Breast ultrasound.
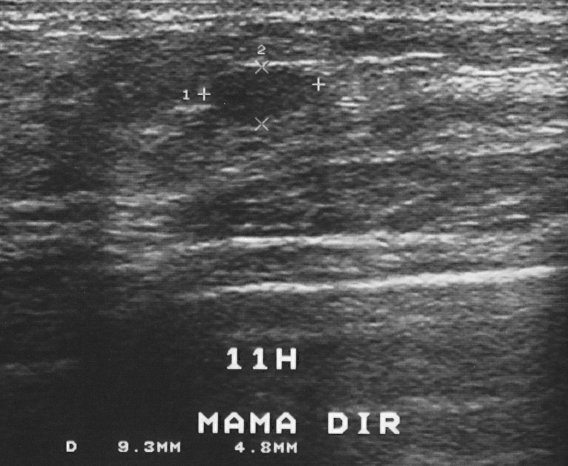
- BI-RADS: 2
- biopsy or follow-up result: benign
- pathology: fibrocystic changes